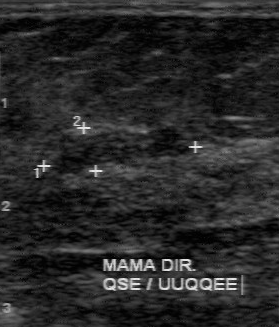
Modality: breast US.
The mass was assessed as BI-RADS 4 by the original reader. On a second read by an independent reader: The mass has a partially regular margin. Its boundary is somewhat unclear. Internally the mass is slightly hypoechoic. No calcifications are seen. The biopsy result was fibroadenoma; the mass is benign.